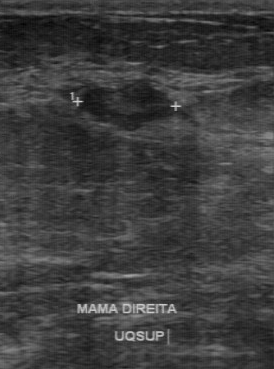
Scanner: GE Logiq 7 @10-14MHz. Modality: breast ultrasound scan.
Lesion characteristics:
- biopsy or follow-up result: benign
- BI-RADS category: 3